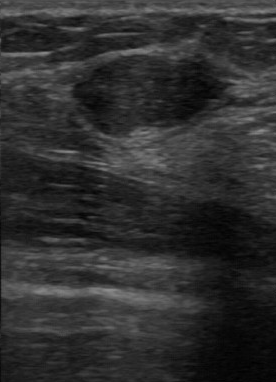
Imaging: breast ultrasound.
Coordinates are pixels in the 276x382 image. The finding is located within the bounding box [74, 55, 208, 135]. The finding is benign on biopsy or follow-up. BI-RADS 2.